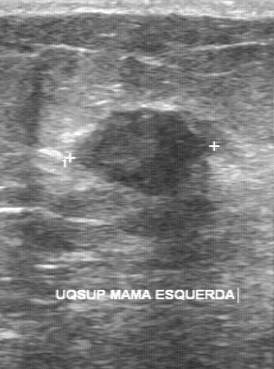
Modality: breast ultrasound.
Coordinates are pixels in the 274x369 image. Lesion bounding box: 73 109 214 196. The lesion is malignant on biopsy or follow-up.